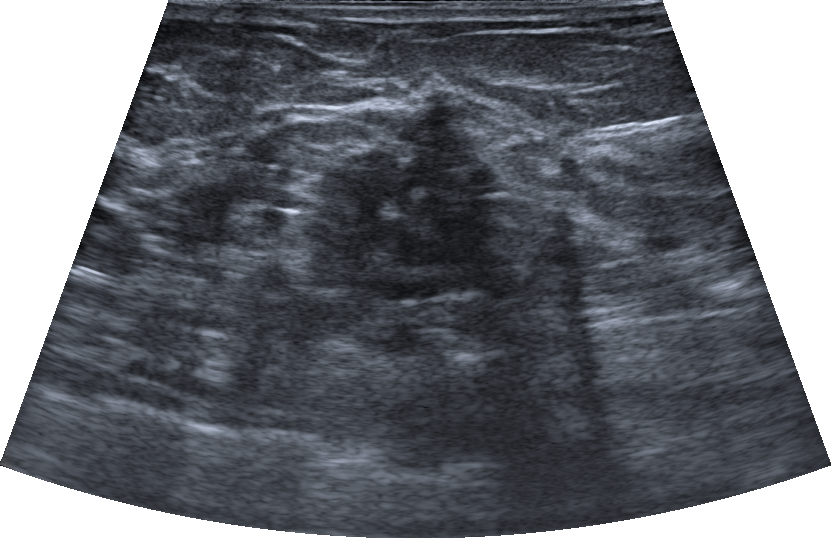
68-year-old patient. Breast ultrasound image.
The echotexture is hypoechoic. The echogenic halo is absent. There are no calcifications. Pathology is Usual ductal hyperplasia (UDH); Fibrosclerosis. BI-RADS: 5. Lesion margin: not circumscribed - angular and microlobulated and indistinct. Outcome on biopsy or follow-up is benign. Shape: irregular.